Imaging: breast ultrasound scan.
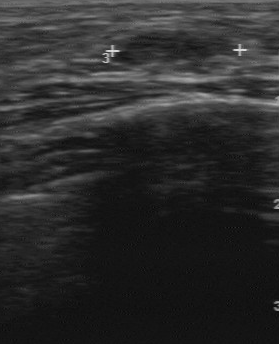
(coordinates in a 279x344 pixel frame) The mass is located within the bounding box [114, 29, 220, 74].